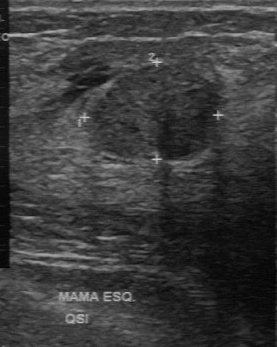
Breast ultrasound scan.
The mass was categorized BI-RADS 3 in the original read. A second, independent read describes the mass as follows. The margin is regular. The mass is slightly hypoechoic. Calcifications: none. Its boundary is clear. Biopsy showed fibroadenoma, a benign finding.